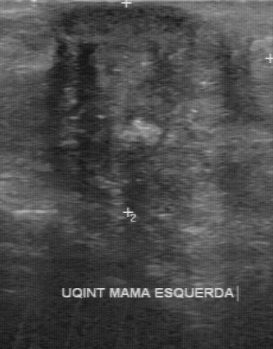
Breast ultrasound scan. Acquired on GE Logiq 7 @10-14MHz.
Confirmed outcome (biopsy or follow-up): malignant. The independent BI-RADS assessment is 4B. Lesion boundary: unclear. Internal echoes: heterogeneous. Calcifications: multiple calcifications.